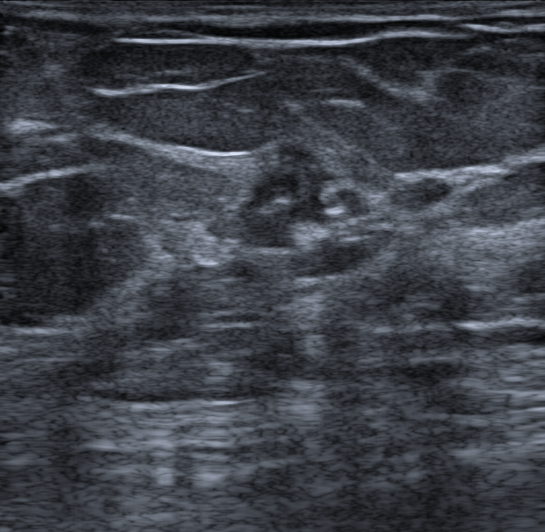
Modality: breast US.
There is an irregular mass that is heterogeneous, with margins that are not circumscribed (spiculated and indistinct). No posterior acoustic features are seen. Skin thickening: none. There are calcifications in the mass. BI-RADS 4B; outcome on biopsy or follow-up: benign. Biopsy confirmed intraductal papilloma.